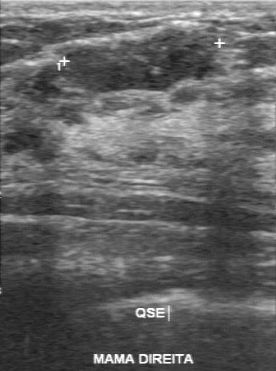
Imaging: breast US.
Original-read BI-RADS category: 3.
The following findings are from a second reader, independent of the original assessment.
Boundary: clear.
The margin is regular.
Calcifications: none.
The breast lesion is hypoechoic.
Biopsy showed fibroadenoma, a benign finding.